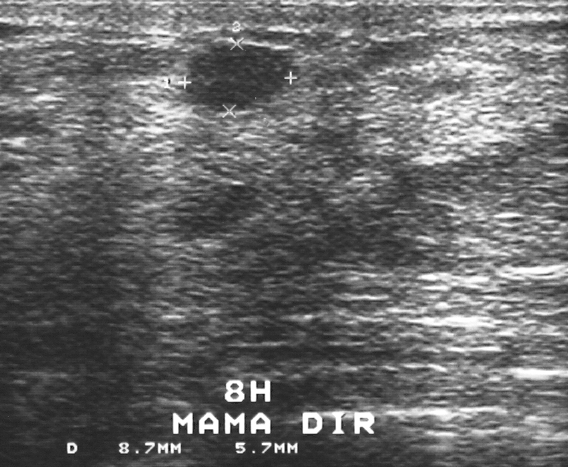
Acquired on GE Logiq 5 @10-12MHz. Modality: B-mode breast ultrasound.
Coordinates are pixels in the 568x467 image. Segment the breast lesion: bounding box x1=186, y1=43, x2=285, y2=109. The breast lesion is benign on biopsy or follow-up.